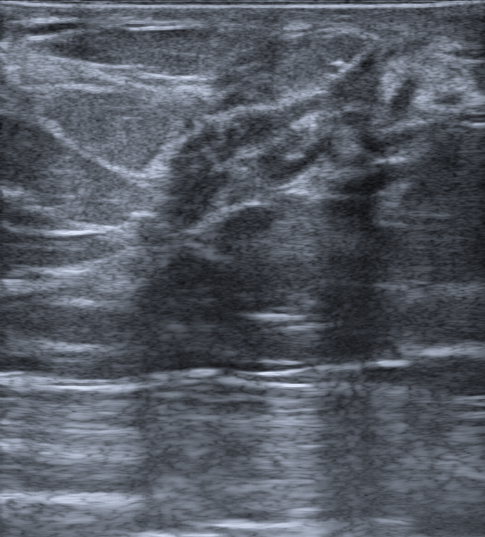
Imaging: breast ultrasound scan. Background tissue composition: heterogeneous: predominantly fat.
Its echo pattern is heterogeneous.
Posterior features: none.
There is no echogenic halo.
It has an irregular shape.
Skin thickening: none.
Calcifications: intraductal.
Margins are not circumscribed, with indistinct features.
BI-RADS assessment: 4B.
Differential on reading: Suspicion of malignancy; Intraductal papilloma; Mastitis.
Histopathology: Fibrosclerosis.